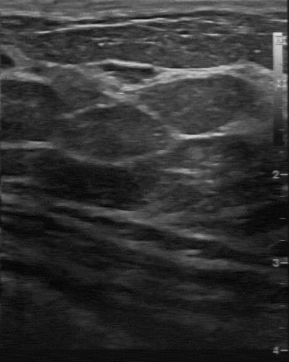
Imaging: breast ultrasound.
The pathology is sclerosing adenosis. BI-RADS category: 4.